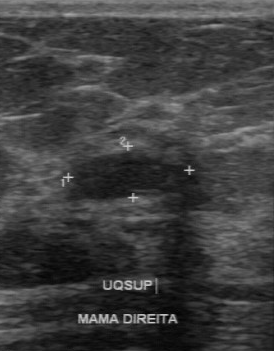
Imaging: breast ultrasound.
Original-read BI-RADS category: 3. On a second read by an independent reader: Its boundary is clear. There are no calcifications. The finding is hypoechoic. Margin: regular. Biopsy showed fibroadenoma, a benign finding.